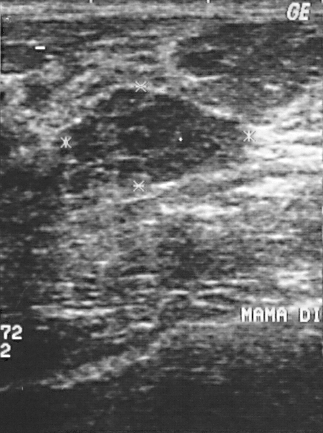
Scanner: GE Logiq 5 @10-12MHz. Breast ultrasound.
A mass is present on this breast ultrasound. BI-RADS category 2. Biopsy showed fibroadenoma, a benign finding.